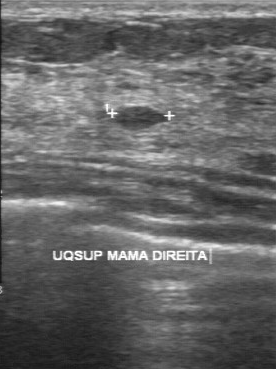
Imaging: breast ultrasound scan.
The finding was categorized BI-RADS 3 in the original read. The following findings are from a second reader, independent of the original assessment. The margin is regular. Its boundary is clear. The finding is slightly hypoechoic. There are no calcifications. Histopathology: ductal carcinoma in situ (malignant).